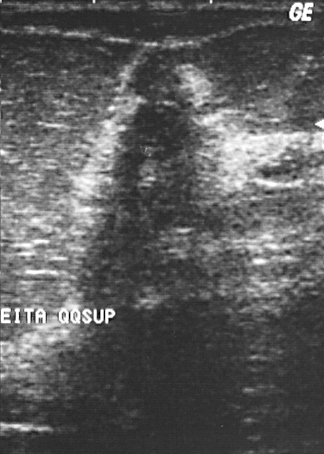
Imaging: breast US.
The BI-RADS is 5.